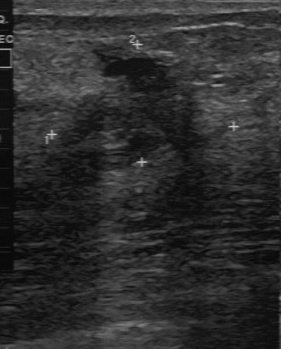
Breast US.
FINDINGS: Breast US. Biopsy result: hyperplasia. Echo pattern: mixed cystic and solid. Lesion margin: irregular. Lesion boundary: unclear. Calcifications: absent.